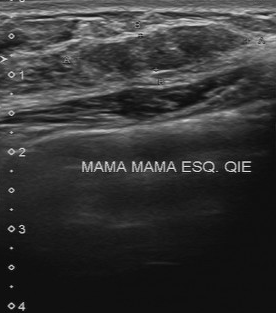
Breast sonogram.
BI-RADS category: 3. The outcome on biopsy or follow-up is benign.